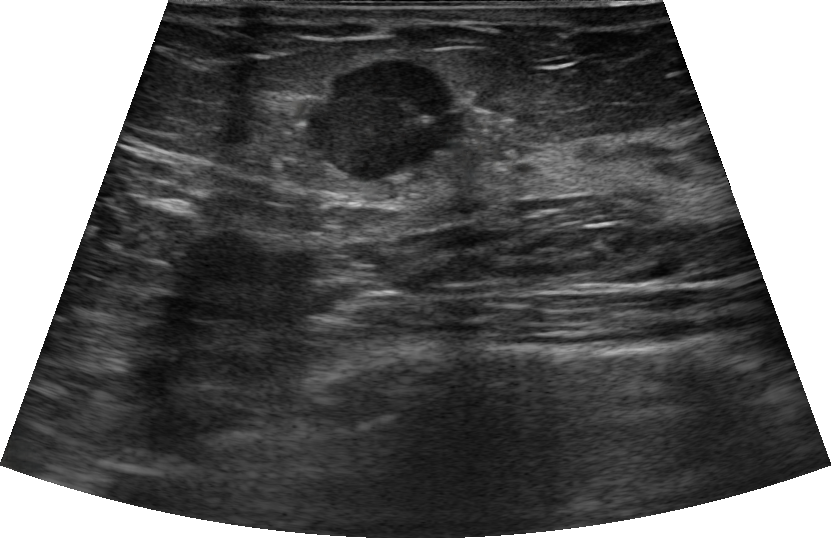
Patient age: 48. Breast ultrasound scan. Background tissue composition: heterogeneous: predominantly fibroglandular.
There are calcifications in the mass. No skin thickening is seen. Echogenic halo: absent. No posterior acoustic features are seen. The lesion is hypoechoic. The margin is not circumscribed (angular). It has an irregular shape. Biopsy or follow-up result: malignant. BI-RADS category 4C.